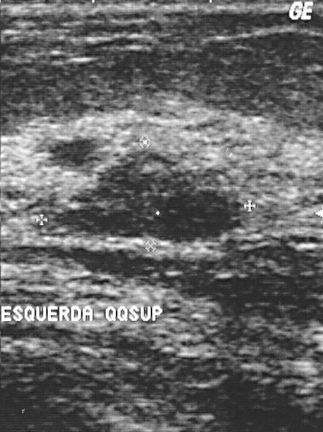
Modality: breast sonogram.
The lesion is benign on biopsy or follow-up.